Imaging: B-mode breast ultrasound.
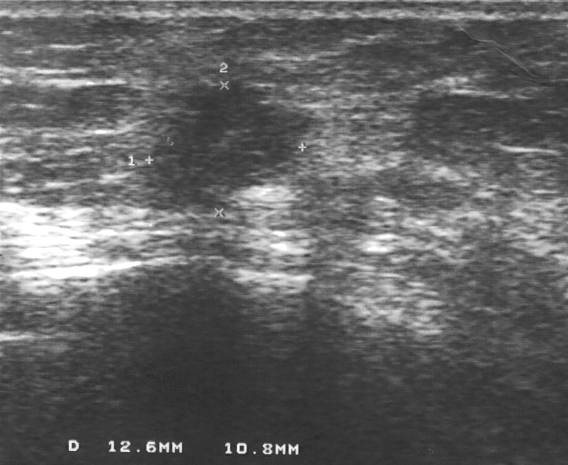
Biopsy or follow-up result is malignant. BI-RADS is 4.